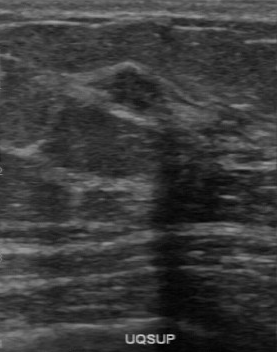
Acquired on GE Logiq 7 @10-14MHz. Breast ultrasound scan.
The mass was assessed as BI-RADS 4 by the original reader. On a second read by an independent reader: The mass has a partially regular margin. Boundary: fairly clear. Echo pattern: slightly hypoechoic. No calcifications are seen. Biopsy showed sclerosing adenosis, a benign finding.